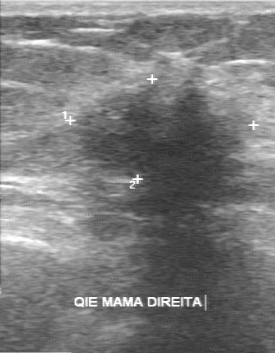
Scanner: GE Logiq 7 @10-14MHz. Breast ultrasound scan.
The breast lesion was categorized BI-RADS 4 in the original read.
The following findings are from a second reader, independent of the original assessment.
There are no calcifications.
Margin: irregular.
The lesion boundary is unclear.
The breast lesion is hypoechoic.
The biopsy result was invasive lobular carcinoma; the breast lesion is malignant.